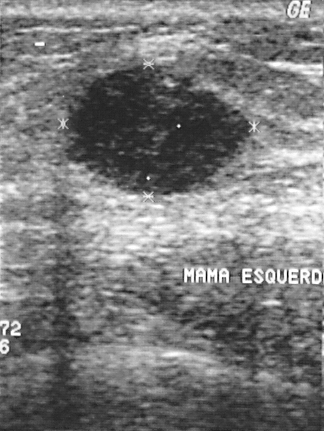
Breast sonogram.
This breast sonogram shows a finding. Assessment: BI-RADS 2. Biopsy showed invasive ductal carcinoma, a malignant finding.